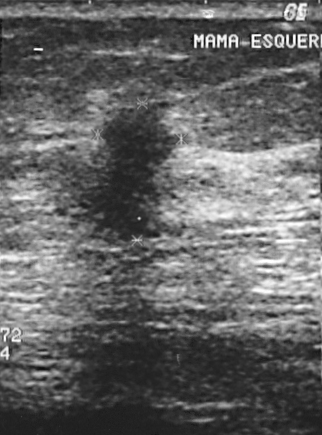
Breast ultrasound image.
Breast lesion: malignant on biopsy or follow-up. (BI-RADS category 4.)